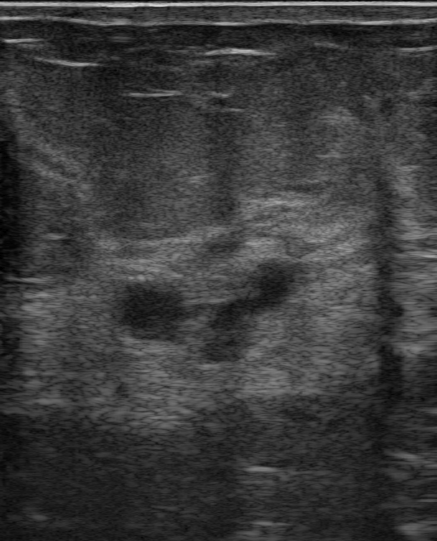
Breast ultrasound. 47-year-old patient.
(coordinates in a 437x541 pixel frame) The breast lesion occupies approximately 111 256 305 370.